Modality: breast US.
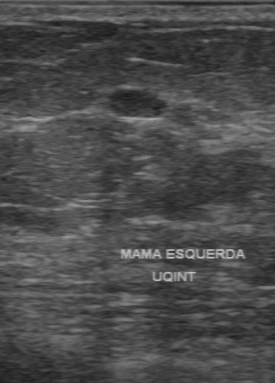
The original reader assigned BI-RADS 3. On a second read by an independent reader: Boundary: clear. Internally the mass is hypoechoic. The margin is regular. Calcifications: none. The biopsy result was invasive ductal carcinoma; the mass is malignant.